Breast ultrasound.
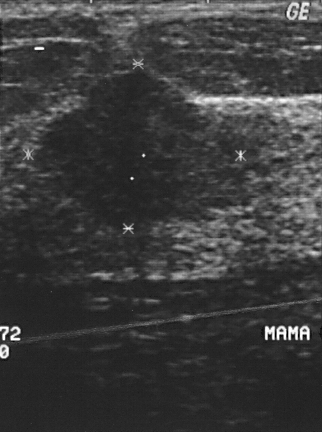
This breast ultrasound shows a breast lesion. BI-RADS category 4. The biopsy result was invasive ductal carcinoma; the breast lesion is malignant.